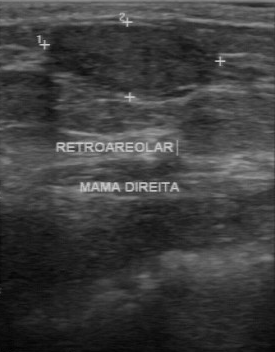
Scanner: GE Logiq 7 @10-14MHz. Breast ultrasound image.
A mass is seen with BI-RADS on independent re-read: 3, calcifications: absent, original BI-RADS: 2, regular contour, clear lesion boundary.